Imaging: breast ultrasound.
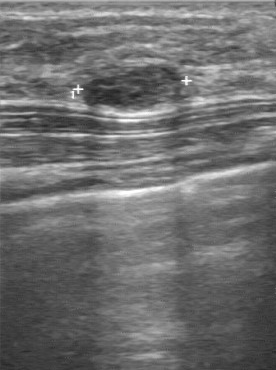
The mass was categorized BI-RADS 3 in the original read. The following findings are from a second reader, independent of the original assessment. Internally the mass is hypoechoic. No calcifications are seen. Its boundary is clear. The mass has a regular margin. Biopsy showed fibroadenoma, a benign finding.